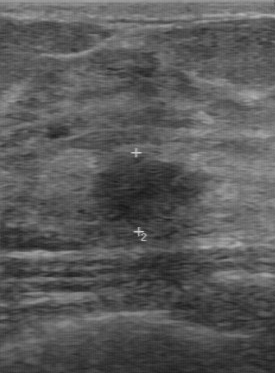
Modality: B-mode breast ultrasound.
This B-mode breast ultrasound shows a mass with hypoechoic internal echoes, fairly clear lesion boundary, calcifications: absent, outcome on biopsy or follow-up: benign, regular lesion margin.